Modality: breast ultrasound.
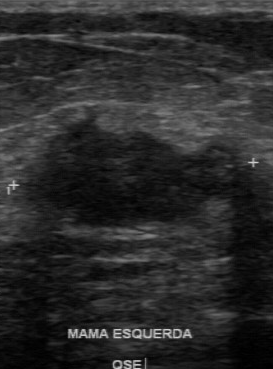
Echogenicity: hypoechoic. There are no calcifications. The BI-RADS (second read) is 4B.